Modality: breast sonogram.
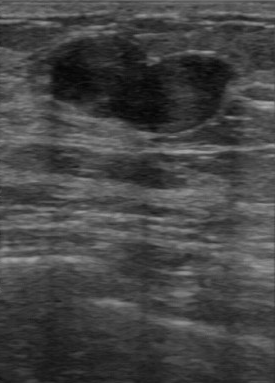
The lesion was categorized BI-RADS 2 in the original read. On a second, independent read, a lesion with a regular margin and a clear boundary is seen; it is hypoechoic. Calcifications: none. Histopathology: fibroadenoma (benign).